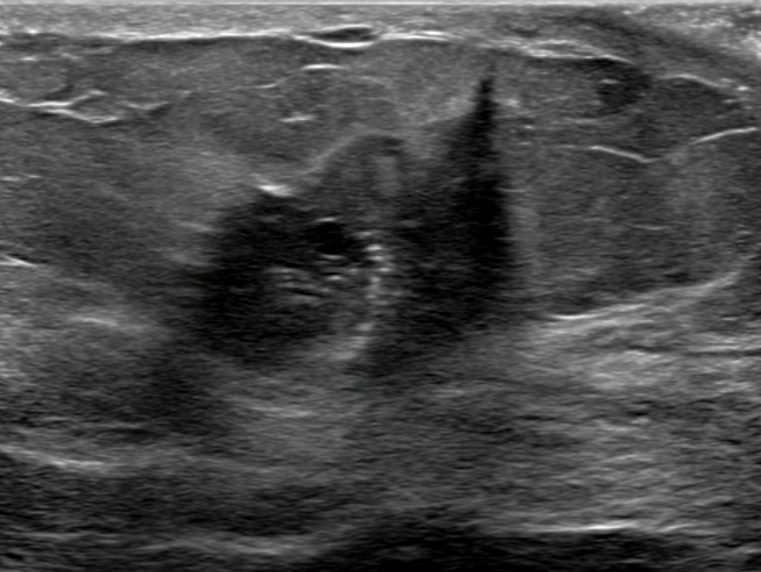
Background tissue composition: heterogeneous: predominantly fat. Breast sonogram.
The mass is irregular and heterogeneous; its margin is not circumscribed (angular and indistinct). There is a combined posterior acoustic pattern. Calcifications are present within the mass. BI-RADS 5; malignant on biopsy or follow-up. Biopsy result: Invasive carcinoma of no special type (NST).